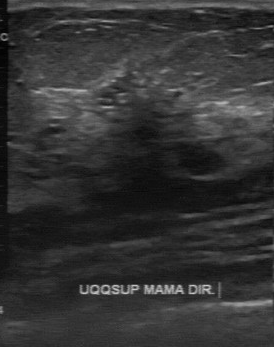
Imaging: B-mode breast ultrasound.
B-mode breast ultrasound findings:
- BI-RADS: 4